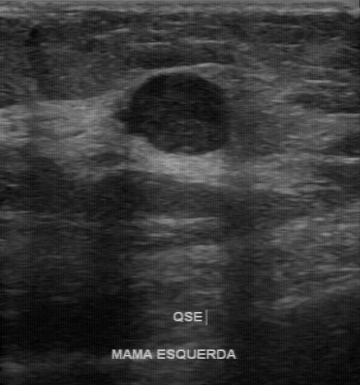
Breast ultrasound image.
BI-RADS (second read): 3. The echo pattern is hypoechoic. Original BI-RADS is 4. There are no calcifications. The outcome on biopsy or follow-up is malignant. Margin is partially regular.